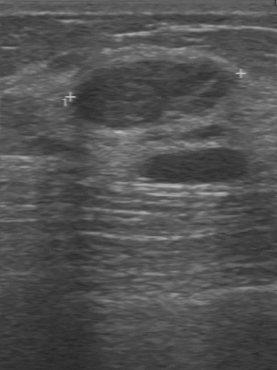
Modality: breast sonogram. Acquired on GE Logiq 7 @10-14MHz.
FINDINGS: Breast sonogram. Independent BI-RADS assessment: 3. BI-RADS (first reader): 2.
OUTCOME ON BIOPSY OR FOLLOW-UP: benign.